Breast US.
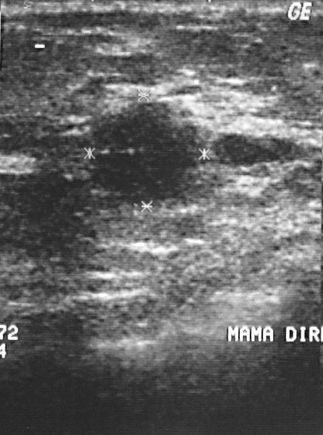
Finding: breast lesion, malignant on biopsy or follow-up.